Breast ultrasound scan. Scanner: GE Logiq 7 @10-14MHz.
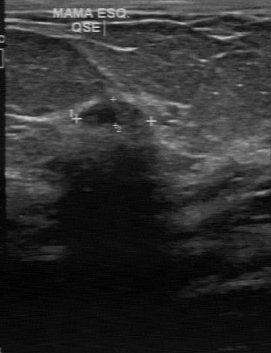
(coordinates in a 271x353 pixel frame) The breast lesion is located within the bounding box (76, 99) to (148, 128).